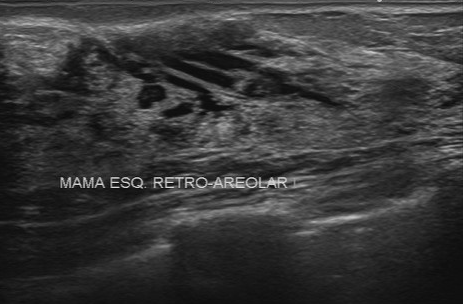
Acquired on Toshiba Aplio 300 @12-14 MHz. Breast sonogram.
Pixel coordinates (x1, y1, x2, y2): The mass occupies approximately [52, 16, 353, 148]. The mass is benign on biopsy or follow-up.